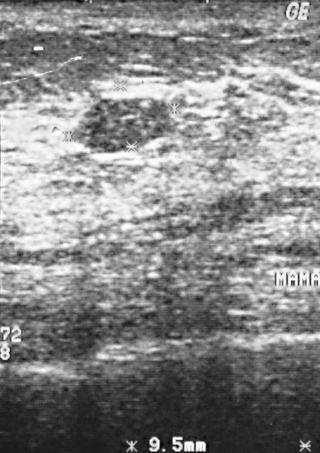
B-mode breast ultrasound.
Biopsy result is fibroadenoma. BI-RADS category: 2.